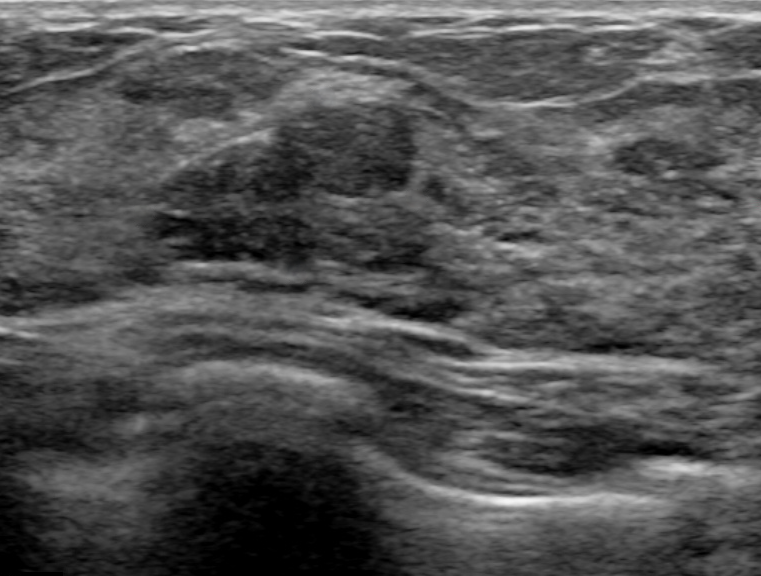
Imaging: breast ultrasound scan.
FINDINGS: Breast ultrasound scan. BI-RADS: 3. Calcifications: none. Lesion margin: circumscribed. Echogenic halo: none. Echo pattern: hypoechoic. Verification: confirmed by follow-up care.
OUTCOME ON BIOPSY OR FOLLOW-UP: benign.